Modality: breast ultrasound image. Scanner: GE Logiq 7 @10-14MHz.
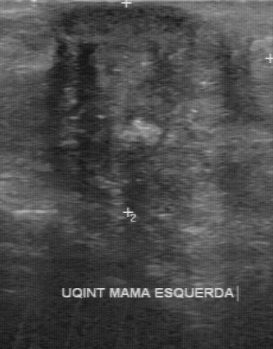
BI-RADS assessment: 4.
OUTCOME ON BIOPSY OR FOLLOW-UP: malignant.